Modality: B-mode breast ultrasound.
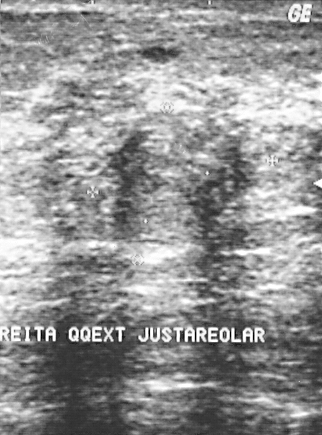
This B-mode breast ultrasound shows a finding. Assessment: BI-RADS 3. Pathology confirmed benign fibroadenoma.